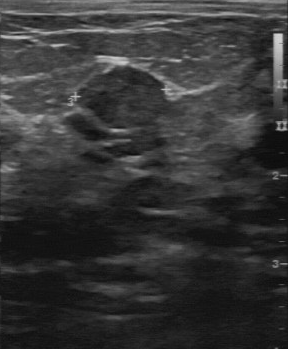
Modality: breast sonogram.
BI-RADS 3 in the original read. On a second, independent read, a mass with a regular margin and a clear boundary is seen; it is slightly hypoechoic. Pathology confirmed benign fibroadenoma.